Acquired on GE Logiq 7 @10-14MHz. Modality: breast US.
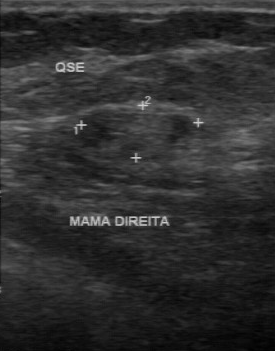
Lesion: malignant on biopsy or follow-up. BI-RADS 4.